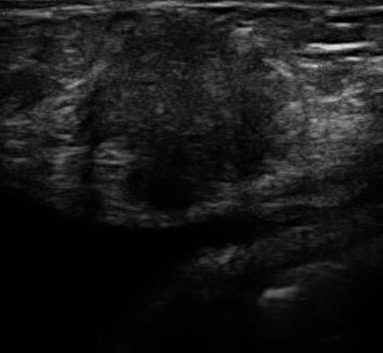
Modality: breast ultrasound image.
BI-RADS assessment: 5.